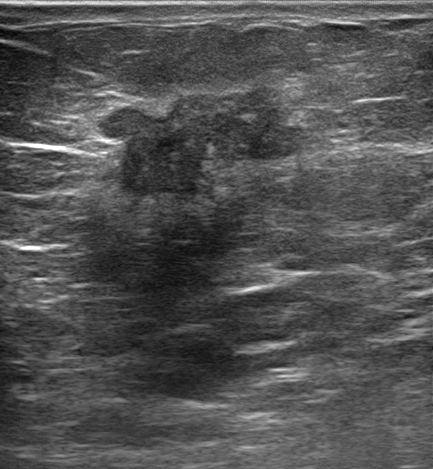
Modality: breast sonogram.
The breast lesion is irregular and hypoechoic; its margin is not circumscribed (spiculated, angular and indistinct). There are combined posterior features. No calcifications are seen. There is an echogenic halo. BI-RADS 5; malignant on biopsy or follow-up. Radiologist's impression: Suspicion of malignancy; Fibroadenoma; Intraductal papilloma. Histopathology: Invasive carcinoma of no special type (NST); Ductal carcinoma in situ (DCIS).